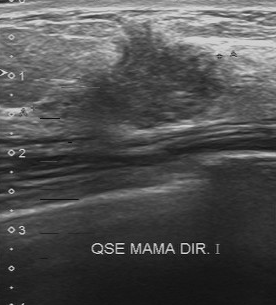
Imaging: breast ultrasound image.
Pixel coordinates (x1, y1, x2, y2): The lesion is located within the bounding box (70,21)-(224,129). The lesion is malignant on biopsy or follow-up. BI-RADS 4.